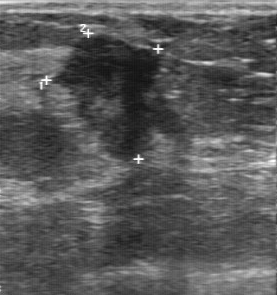
Breast ultrasound.
Independent BI-RADS assessment: 4B. Biopsy or follow-up result: malignant.